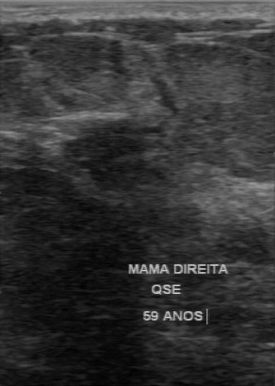
Imaging: breast ultrasound image.
Original-read BI-RADS category: 4. On a second read by an independent reader: No calcifications are seen. The lesion boundary is somewhat unclear. The mass is slightly hypoechoic. Margin: regular. Histopathology: fibroadenoma (benign).